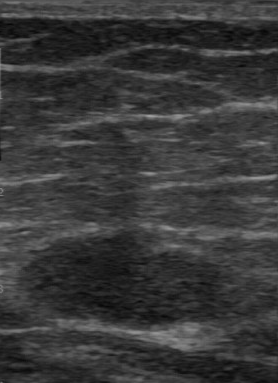
Modality: breast ultrasound scan. Acquired on GE Logiq 7 @10-14MHz.
This breast ultrasound scan shows a breast lesion, benign on biopsy or follow-up. (BI-RADS category 3.)